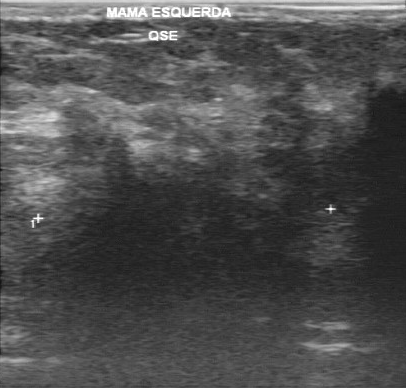
Breast ultrasound. Acquired on GE Logiq 7 @10-14MHz.
FINDINGS: BI-RADS on independent re-read: 5. Confirmed outcome (biopsy or follow-up): malignant.
OUTCOME ON BIOPSY OR FOLLOW-UP: malignant.